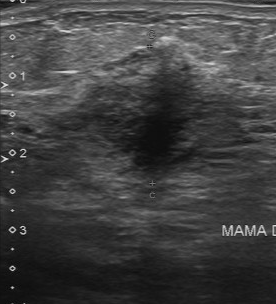
Imaging: breast ultrasound.
A mass is seen with BI-RADS assessment: 5.